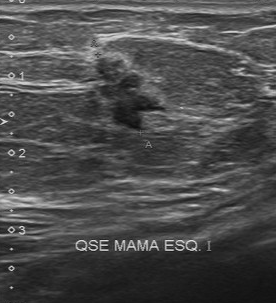
Modality: breast ultrasound.
Histopathology is invasive ductal carcinoma. BI-RADS assessment is 4.